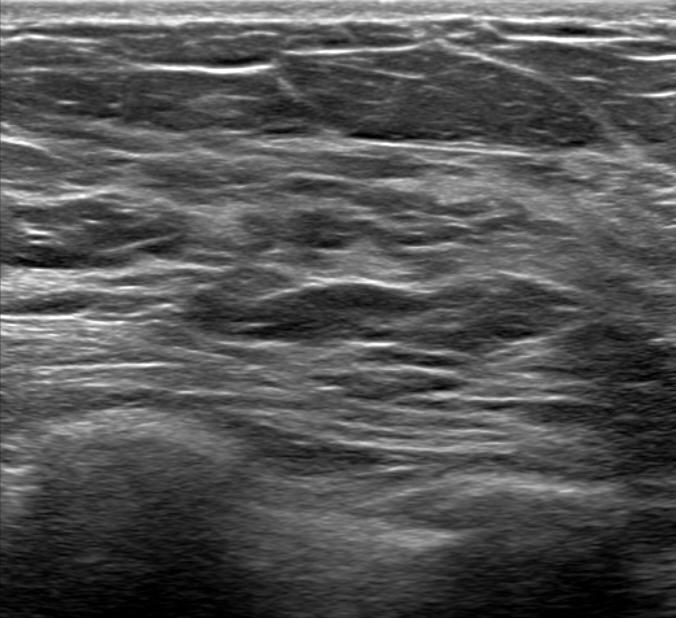
Breast US.
This breast US shows no focal lesion. BI-RADS 1.